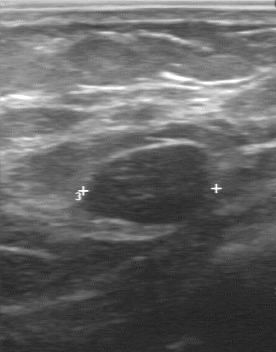
Breast ultrasound image.
BI-RADS 3 in the original read; on a second read the margin is regular, the boundary clear and the mass hypoechoic. Calcifications: none. Histopathology: fibroadenoma (benign).